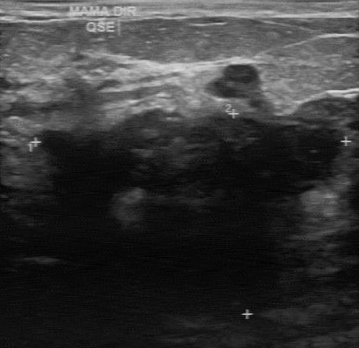
Breast sonogram.
(coordinates in a 359x348 pixel frame) Lesion region of interest: (35,109)-(344,315). BI-RADS 4.